Imaging: B-mode breast ultrasound.
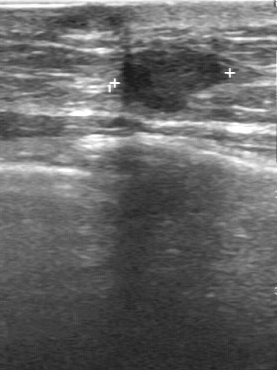
Segment the mass: bounding box top-left (121, 49), bottom-right (229, 111).